Modality: breast sonogram.
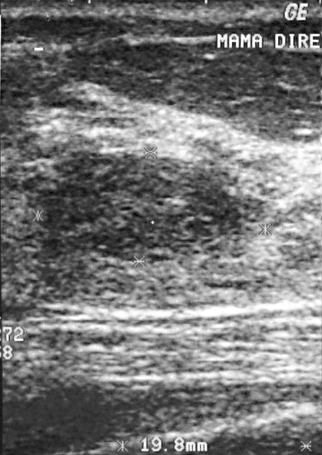
A finding is seen. Assessment: BI-RADS 2. Histopathology: fibroadenoma (benign).